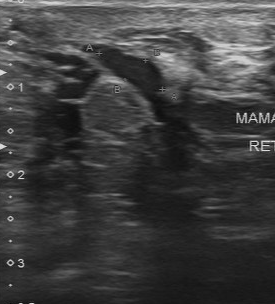
Scanner: Toshiba Aplio 300 @12-14 MHz. Breast ultrasound image.
Finding: lesion, benign on biopsy or follow-up. (BI-RADS category 2.)